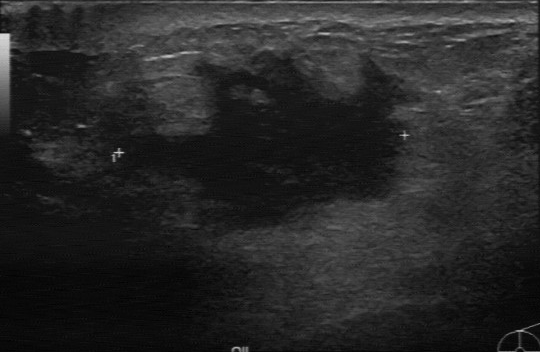
Modality: breast ultrasound scan.
- BI-RADS on independent re-read: 4B
- pathology: invasive ductal carcinoma
- original BI-RADS: 4